Modality: breast ultrasound scan. Acquired on GE Logiq 7 @10-14MHz.
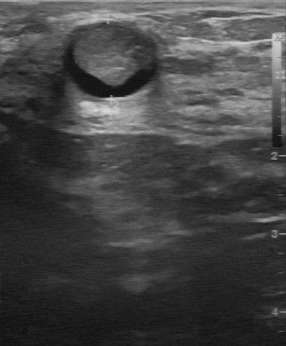
Finding bounding box: top-left (61, 19), bottom-right (159, 99). BI-RADS 4.